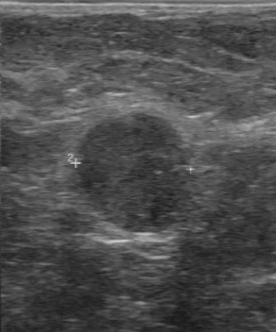
Imaging: breast ultrasound scan.
BI-RADS: 4.